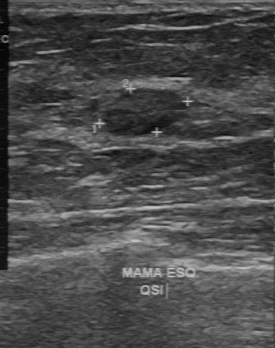
Breast ultrasound image.
This breast ultrasound image shows a breast lesion with regular lesion margin, slightly hypoechoic echo pattern, calcifications: absent, clear lesion boundary, histopathology: fibroadenoma.